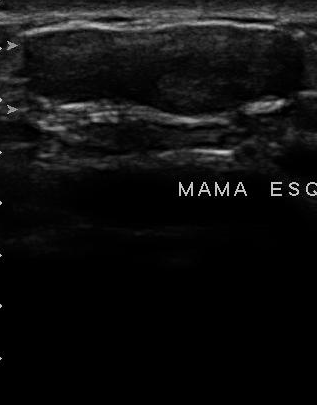
Acquired on U-Systems @10-14MHz. Breast sonogram.
The lesion was assessed as BI-RADS 2 by the original reader.
The following findings are from a second reader, independent of the original assessment.
Boundary: fairly clear.
The lesion is hypoechoic.
Calcifications: none.
The margin is partially regular.
Biopsy showed fibroadenoma, a benign finding.